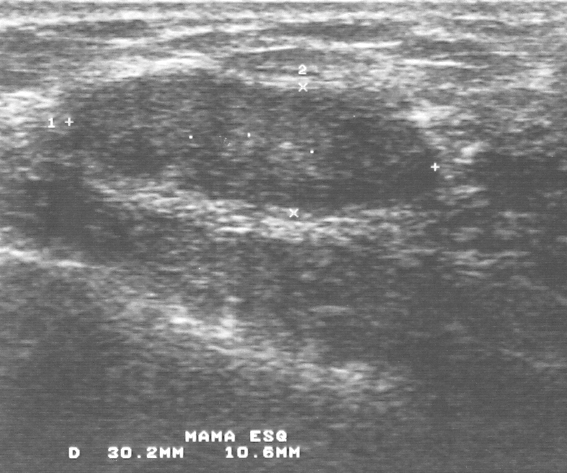
Breast ultrasound.
This breast ultrasound shows a breast lesion, benign on biopsy or follow-up. (BI-RADS category 3.)